Imaging: breast sonogram.
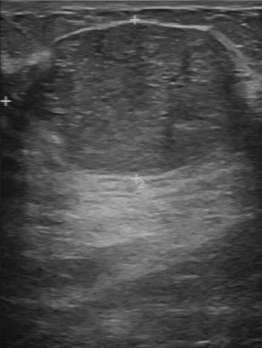
Breast sonogram findings:
- echo pattern: slightly hypoechoic
- calcifications: absent
- margin: regular
- biopsy or follow-up result: benign
- lesion boundary: clear